Breast ultrasound image.
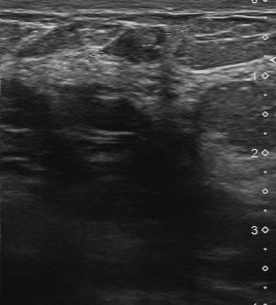
BI-RADS (first reader): 4. Lesion boundary: clear. Independent BI-RADS assessment: 3.
OUTCOME ON BIOPSY OR FOLLOW-UP: benign.